Imaging: B-mode breast ultrasound.
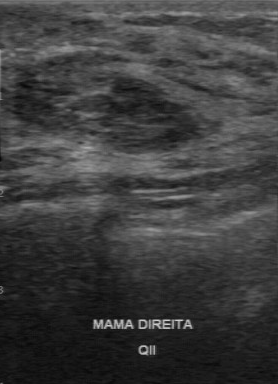
A finding is seen with BI-RADS (second read): 3, BI-RADS (first reader): 4, regular margin, hypoechoic internal echoes, calcifications: none, clear lesion boundary.